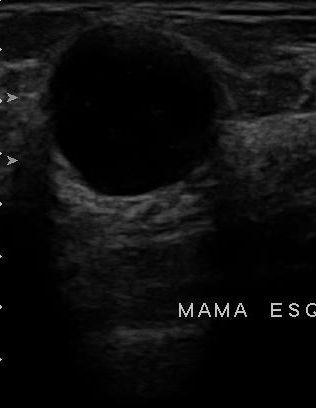
Modality: breast ultrasound scan. Acquired on U-Systems @10-14MHz.
FINDINGS: BI-RADS: 2.
OUTCOME ON BIOPSY OR FOLLOW-UP: benign.